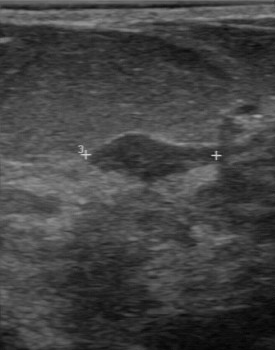
Breast sonogram.
Confirmed outcome (biopsy or follow-up): benign. BI-RADS category: 3.
OUTCOME ON BIOPSY OR FOLLOW-UP: benign.